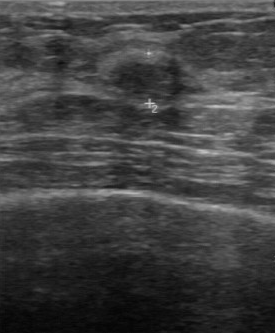
Modality: B-mode breast ultrasound.
Coordinates are pixels in the 275x333 image. The lesion occupies approximately 112 64 181 103. The lesion is benign on biopsy or follow-up.